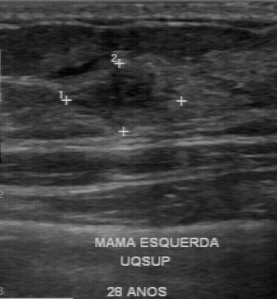
Acquired on GE Logiq 7 @10-14MHz. Breast ultrasound scan.
- BI-RADS category: 4
- histopathology: sclerosing adenosis